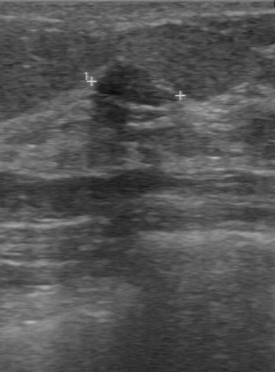
Imaging: breast ultrasound. Acquired on GE Logiq 7 @10-14MHz.
Breast ultrasound findings:
- lesion boundary: clear
- margin: regular
- calcifications: absent
- internal echoes: hypoechoic